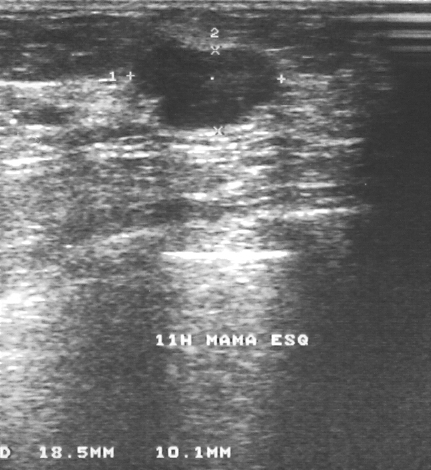
Breast ultrasound image. Acquired on GE Logiq 5 @10-12MHz.
This breast ultrasound image shows a lesion with histopathology: fibroadenoma, BI-RADS assessment: 2.